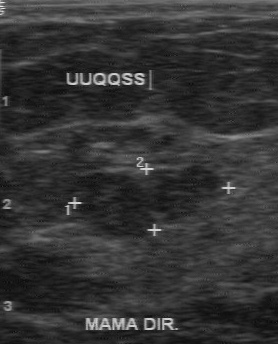
Modality: breast ultrasound.
Original-read BI-RADS category: 3. Findings on the second read (an independent reader): a hypoechoic mass, margin regular, boundary clear. There are no calcifications. Biopsy showed fibroadenoma, a benign finding.